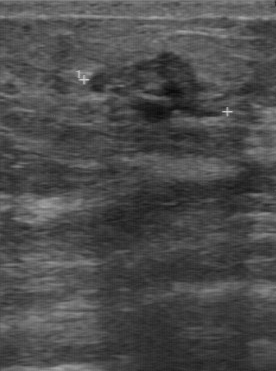
B-mode breast ultrasound.
BI-RADS (second read): 3. Original BI-RADS: 5. Lesion margin: partially regular. Echo pattern: hypoechoic. Calcifications: none.